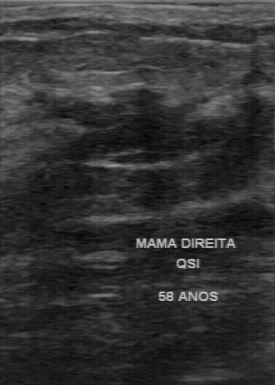
Breast ultrasound scan. Scanner: GE Logiq 7 @10-14MHz.
The finding was categorized BI-RADS 4 in the original read. A second, independent read describes the finding as follows. There are no calcifications. The lesion boundary is somewhat unclear. The finding is hypoechoic. The margin is partially regular. Histopathology: fibroadenoma (benign).